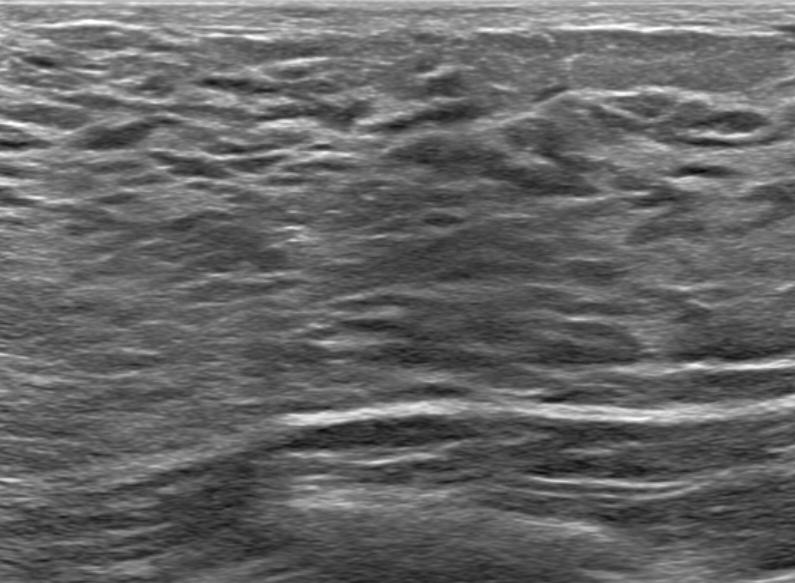
Background echotexture is lactating and homogeneous: fibroglandular. Imaging: breast ultrasound scan.
This breast ultrasound scan shows no focal lesion.